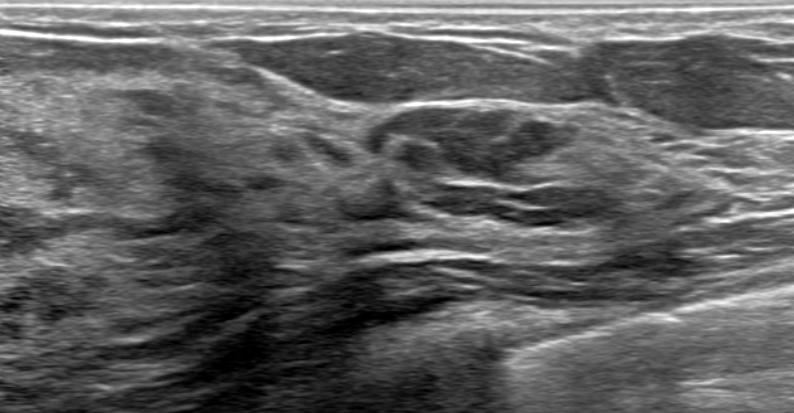
Imaging: breast ultrasound scan.
The breast lesion appears irregular. Margins are circumscribed. The breast lesion is isoechoic. Posterior features: none. There is no echogenic halo. No calcifications are seen. There is no skin thickening. BI-RADS category 4A. Histopathology: Benign mammary dysplasia. Outcome on biopsy or follow-up: benign.